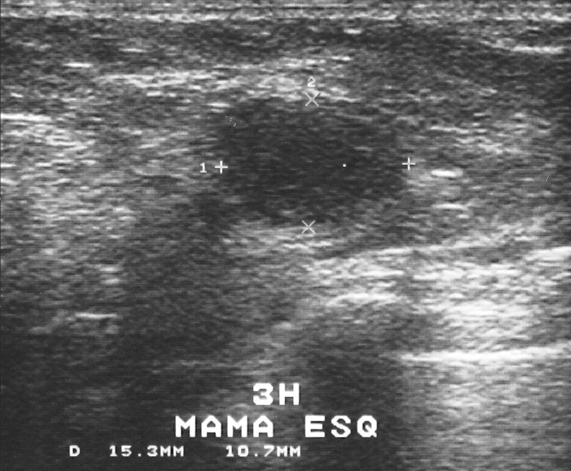
Modality: breast ultrasound. Acquired on GE Logiq 5 @10-12MHz.
The lesion is benign on biopsy or follow-up. (BI-RADS category 3.)